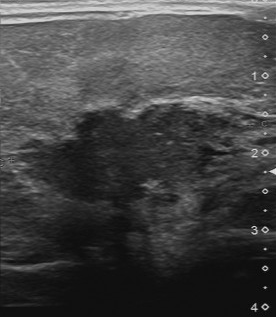
Imaging: breast sonogram.
BI-RADS 5 in the original read. Findings on the second read (an independent reader): a hypoechoic lesion, margin irregular, boundary unclear. Calcification is suspected. Biopsy showed invasive ductal carcinoma, a malignant finding.